Modality: breast ultrasound.
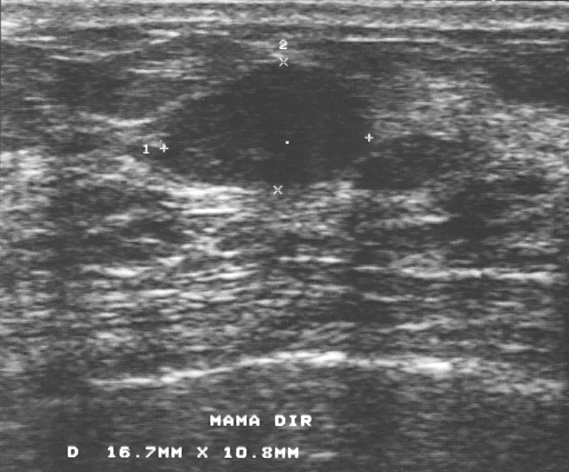
Outcome on biopsy or follow-up: benign.